Modality: breast sonogram. Acquired on GE Logiq 5 @10-12MHz.
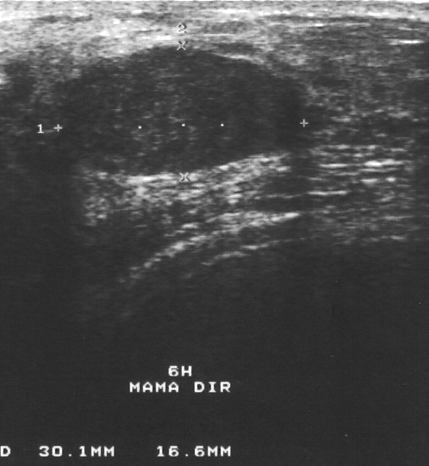
The finding is benign on biopsy or follow-up.